Breast ultrasound image. Acquired on GE Logiq 5 @10-12MHz.
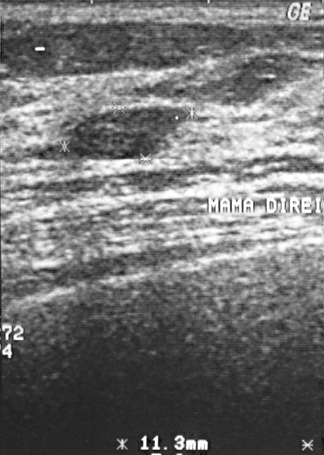
Outcome on biopsy or follow-up: benign.